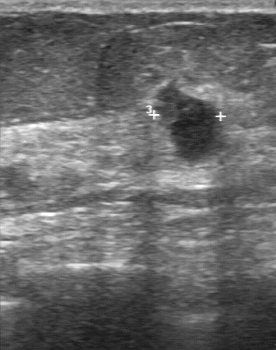
Breast ultrasound scan.
The mass is malignant on biopsy or follow-up.